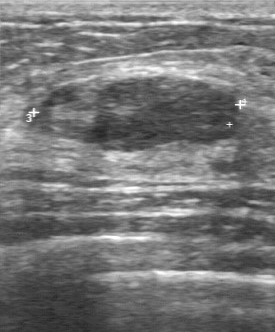
Scanner: GE Logiq 7 @10-14MHz. Modality: breast sonogram.
The breast lesion was categorized BI-RADS 3 in the original read. On a second read by an independent reader: The breast lesion has a regular margin. Boundary: clear. Internally the breast lesion is slightly hypoechoic. Calcifications: none. Biopsy showed fibroadenoma, a benign finding.